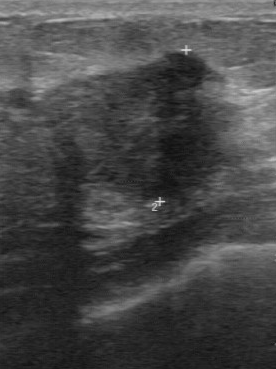
Imaging: breast ultrasound scan.
The original reader assigned BI-RADS 4. On a second, independent read, a mass with a partially regular margin and a somewhat unclear boundary is seen; it is hypoechoic. Histopathology: invasive ductal carcinoma (malignant).